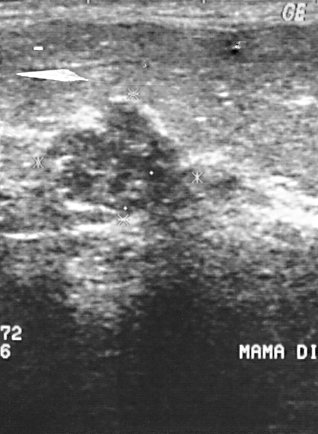
Imaging: B-mode breast ultrasound.
The mass is benign on biopsy or follow-up.